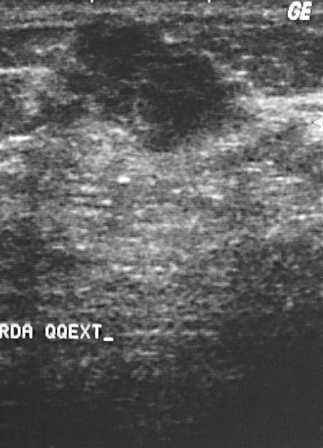
Modality: breast sonogram. Scanner: GE Logiq 5 @10-12MHz.
(coordinates in a 323x448 pixel frame) Lesion region of interest: x1=55, y1=12, x2=260, y2=156. The mass is malignant on biopsy or follow-up.